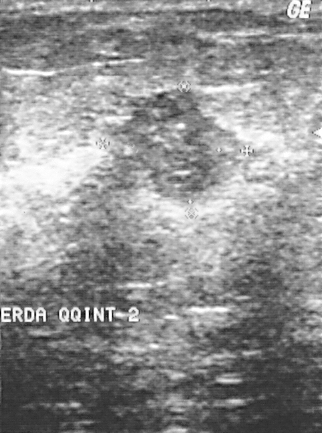
Breast ultrasound image.
Biopsy or follow-up result: malignant. (BI-RADS category 4.)